Scanner: GE Logiq 5 @10-12MHz. Breast sonogram.
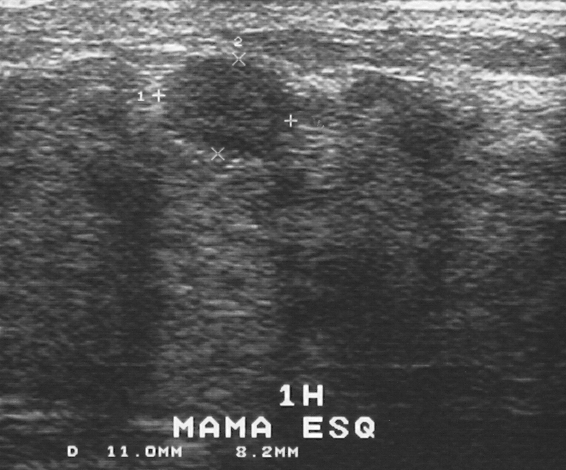
BI-RADS: 2.